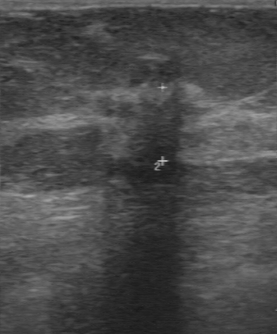
Breast sonogram.
The lesion was categorized BI-RADS 4 in the original read. Descriptors from an independent second read (not the reader who assigned the category): Margin: irregular. Boundary: unclear. The lesion is slightly hypoechoic. Calcifications: none. Histopathology: invasive ductal carcinoma (malignant).